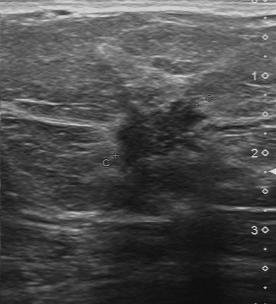
Modality: breast ultrasound.
Internal echoes: hypoechoic. Boundary: unclear. Contour: irregular. Calcifications: suspected.
OUTCOME ON BIOPSY OR FOLLOW-UP: malignant.